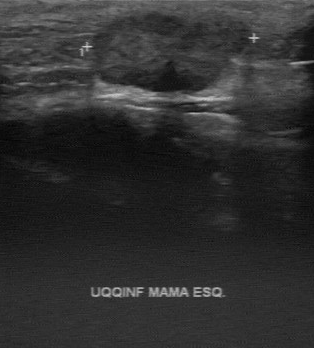
Modality: breast ultrasound image.
The original reader assigned BI-RADS 4. On a second, independent read, a breast lesion with a regular margin and a clear boundary is seen; it is slightly hypoechoic. Pathology confirmed malignant invasive ductal carcinoma.